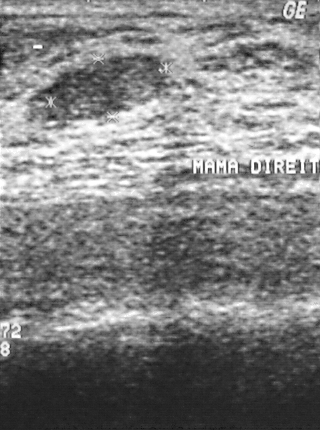
Breast sonogram.
Lesion characteristics:
- outcome on biopsy or follow-up: benign
- BI-RADS assessment: 2
- histopathology: fibroadenoma